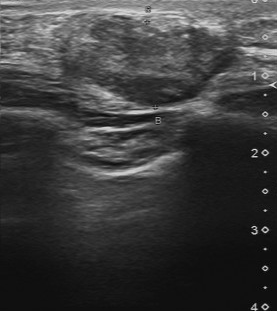
Imaging: breast sonogram. Acquired on Toshiba Aplio 300 @12-14 MHz.
Finding: mass, malignant on biopsy or follow-up.